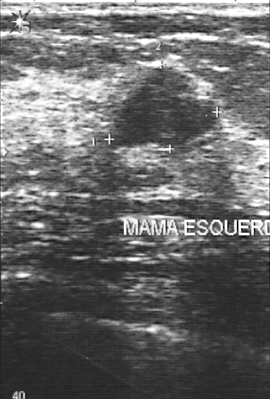
Modality: breast sonogram.
Biopsy or follow-up result: benign. (BI-RADS category 3.)